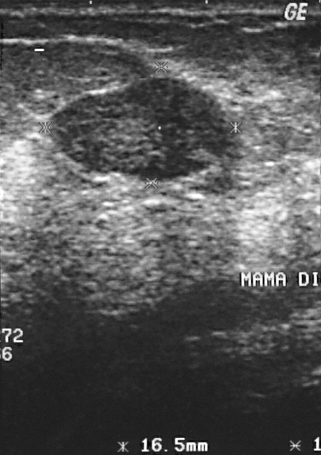
Imaging: breast ultrasound image.
FINDINGS: BI-RADS category: 2. Biopsy or follow-up result: benign.
OUTCOME ON BIOPSY OR FOLLOW-UP: benign.